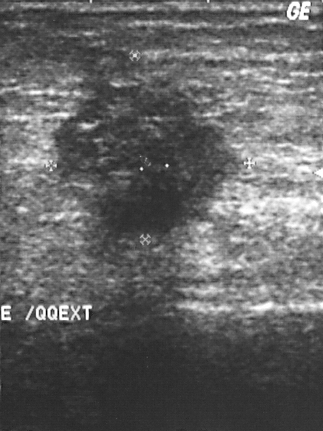
Modality: breast ultrasound image.
A breast lesion is present on this breast ultrasound image. It was assessed as BI-RADS 5. The biopsy result was invasive ductal carcinoma; the breast lesion is malignant.